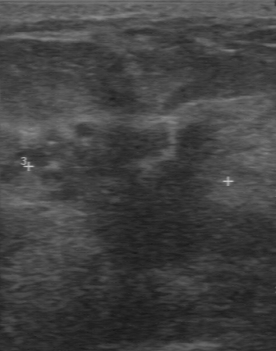
Breast ultrasound scan.
Echogenicity is hypoechoic. Lesion margin is irregular. The lesion boundary is unclear. Outcome on biopsy or follow-up: malignant. The calcifications are multiple calcifications.